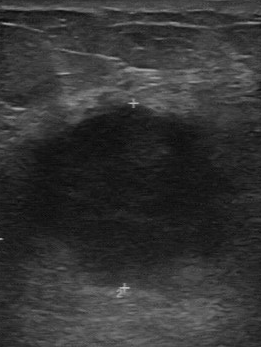
Imaging: breast sonogram.
Original-read BI-RADS category: 4. Descriptors from an independent second read (not the reader who assigned the category): The margin is irregular. Its boundary is unclear. The breast lesion is hypoechoic. Calcifications: none. Biopsy showed invasive ductal carcinoma, a malignant finding.